Modality: breast ultrasound scan.
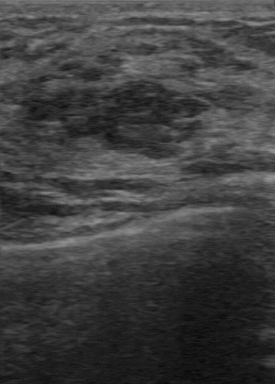
Biopsy or follow-up result is benign. The BI-RADS category is 4.